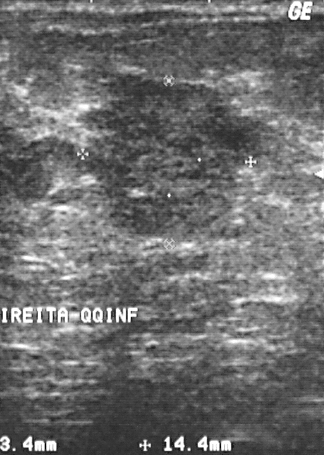
Breast ultrasound image.
Pathology confirmed invasive ductal carcinoma.
The lesion is malignant on biopsy or follow-up.
The lesion is assessed as BI-RADS 4.